Acquired on GE Logiq 7 @10-14MHz. Modality: B-mode breast ultrasound.
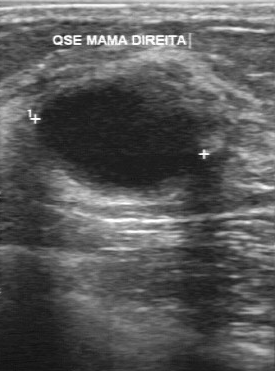
The breast lesion was categorized BI-RADS 2 in the original read. On a second read by an independent reader: The margin is regular. The lesion boundary is clear. Internally the breast lesion is hypoechoic. No calcifications are seen. The biopsy result was cyst; the breast lesion is benign.